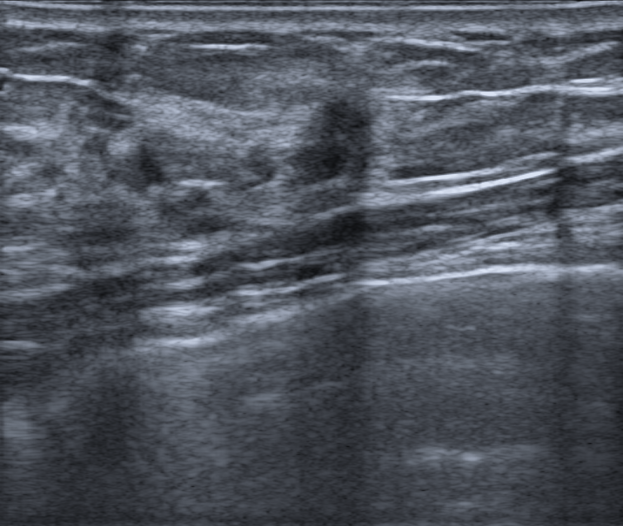
Imaging: breast US.
An echogenic halo is present. Calcifications: none. No skin thickening is seen. Internally the lesion is hypoechoic. The lesion has indistinct margins. Posterior shadowing is present. The lesion is irregular in shape. BI-RADS assessment: 4C. Histopathology: Fibrosclerosis. This lesion proved benign on biopsy or follow-up.